Background tissue composition: heterogeneous: predominantly fibroglandular. Modality: breast ultrasound scan. Patient age: 51.
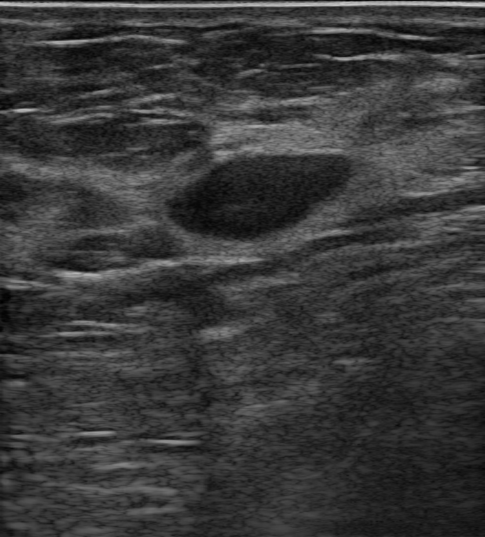
This mass proved benign on biopsy or follow-up. BI-RADS category 3. Verification: follow-up care. No calcifications are seen. Internally the mass is hypoechoic. The mass is oval in shape. Margins are circumscribed. There are no posterior acoustic features. Echogenic halo: absent. There is no skin thickening.